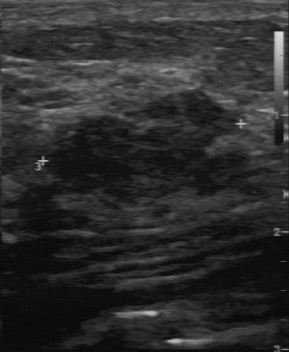
Imaging: breast US.
FINDINGS: Confirmed outcome (biopsy or follow-up): benign. Lesion boundary: fairly clear. Margin: partially regular. Calcifications: absent. Internal echoes: slightly hypoechoic.
OUTCOME ON BIOPSY OR FOLLOW-UP: benign.